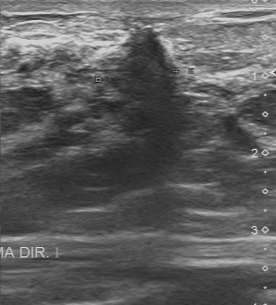
Modality: breast sonogram.
Outcome on biopsy or follow-up: malignant.